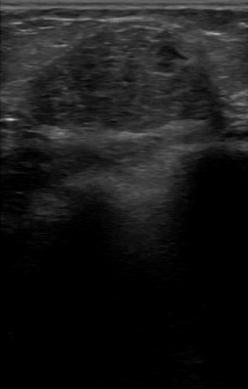
Imaging: breast US. Acquired on GE Logiq 7 @10-14MHz.
Outcome on biopsy or follow-up: malignant.